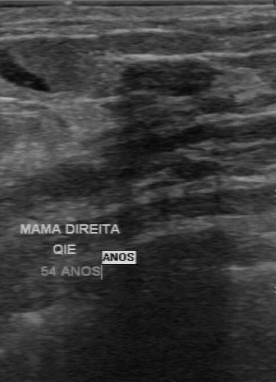
Modality: breast ultrasound.
The BI-RADS on independent re-read is 3. The echo pattern is hypoechoic. Original BI-RADS is 3. Biopsy or follow-up result: benign. Lesion boundary: clear.